Imaging: breast ultrasound.
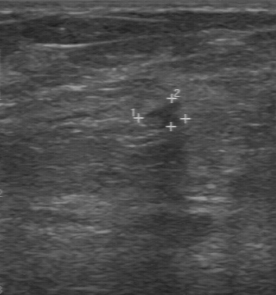
The mass was categorized BI-RADS 3 in the original read. A second reader, independent of the original assessment, describes a slightly hypoechoic mass with an irregular margin; the boundary is unclear. There are no calcifications. Biopsy showed invasive ductal carcinoma, a malignant finding.